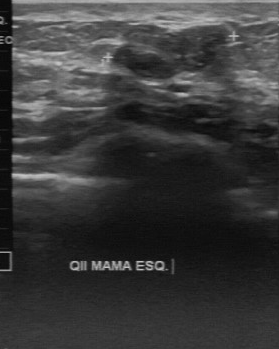
Imaging: breast ultrasound scan. Acquired on GE Logiq 7 @10-14MHz.
FINDINGS: Calcifications: absent. Biopsy or follow-up result: benign. Margin: partially regular. Lesion boundary: fairly clear. Internal echoes: slightly hypoechoic.